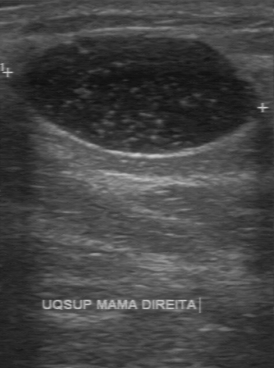
Modality: breast ultrasound scan.
Original-read BI-RADS category: 2.
The following findings are from a second reader, independent of the original assessment.
The mass has a regular margin.
Boundary: clear.
Echo pattern: hypoechoic.
No calcifications are seen.
The biopsy result was cyst; the mass is benign.